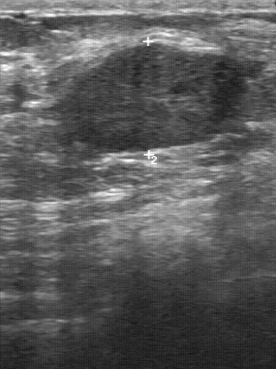
Breast sonogram.
A breast lesion is seen with BI-RADS: 3, biopsy or follow-up result: benign, histopathology: fibroadenoma.